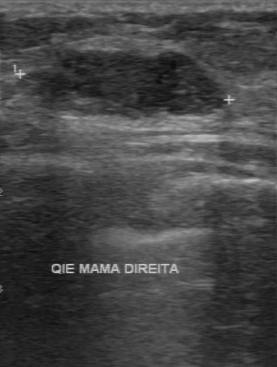
Imaging: breast sonogram.
The mass was assessed as BI-RADS 3 by the original reader. A second reader, independent of the original assessment, describes a hypoechoic mass with a regular margin; the boundary is clear. The biopsy result was fibroadenoma; the mass is benign.